Imaging: breast ultrasound. Acquired on GE Logiq 5 @10-12MHz.
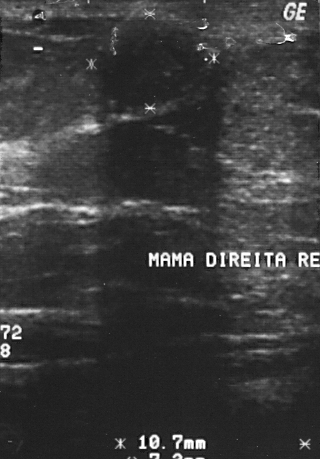
Coordinates are pixels in the 320x459 image. Lesion region of interest: x1=94, y1=17, x2=206, y2=105.